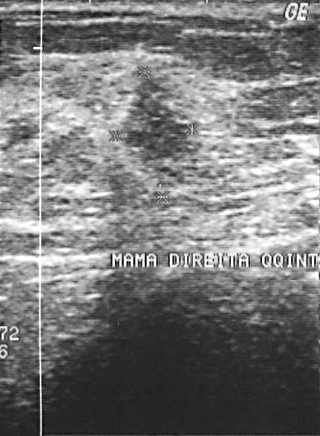
Scanner: GE Logiq 5 @10-12MHz. Breast US.
BI-RADS assessment: 4.
This mass proved malignant on biopsy or follow-up.
The biopsy result was invasive ductal carcinoma.